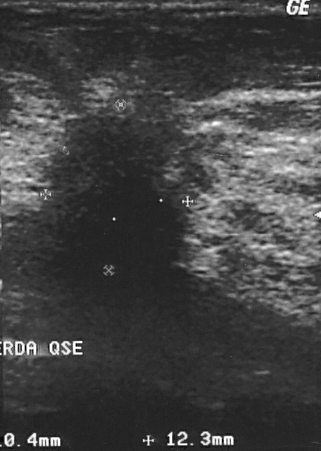
Imaging: breast ultrasound image.
The biopsy result is invasive ductal carcinoma. BI-RADS category: 4.